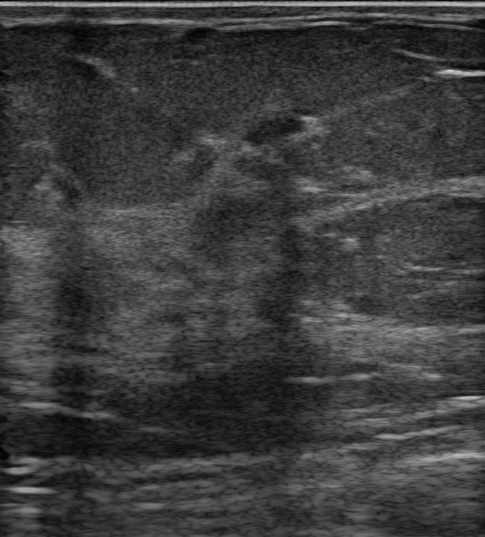
Background echotexture is heterogeneous: predominantly fibroglandular. Imaging: breast ultrasound.
Biopsy or follow-up result: benign.